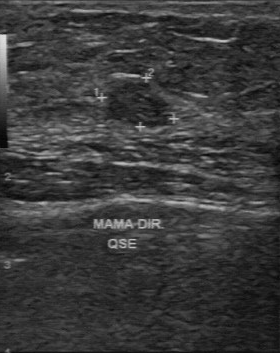
Breast ultrasound image.
Finding: lesion, malignant on biopsy or follow-up. BI-RADS 3.